Breast ultrasound.
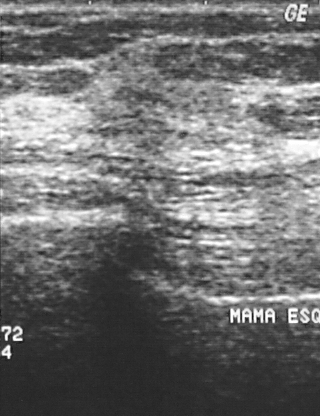
BI-RADS assessment: 4. Histopathology: invasive lobular carcinoma. The finding is malignant on biopsy or follow-up.